Acquired on GE Logiq 7 @10-14MHz. Modality: breast ultrasound scan.
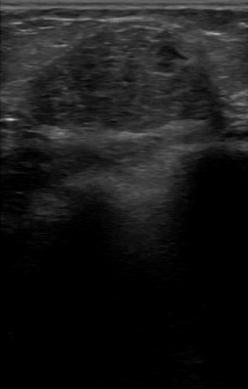
FINDINGS: Margin: regular. Boundary: somewhat unclear. Echo pattern: hypoechoic. Calcifications: absent. Pathology: mucinous carcinoma.